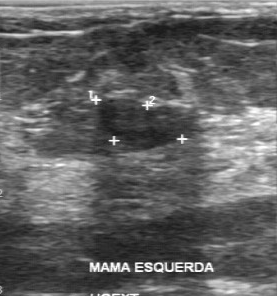
Acquired on GE Logiq 7 @10-14MHz. Modality: breast ultrasound.
The original reader assigned BI-RADS 2.
A second, independent read describes the breast lesion as follows.
Margin: regular.
The lesion boundary is clear.
Internally the breast lesion is slightly hypoechoic.
Calcifications: none.
The biopsy result was fibroadenoma; the breast lesion is benign.